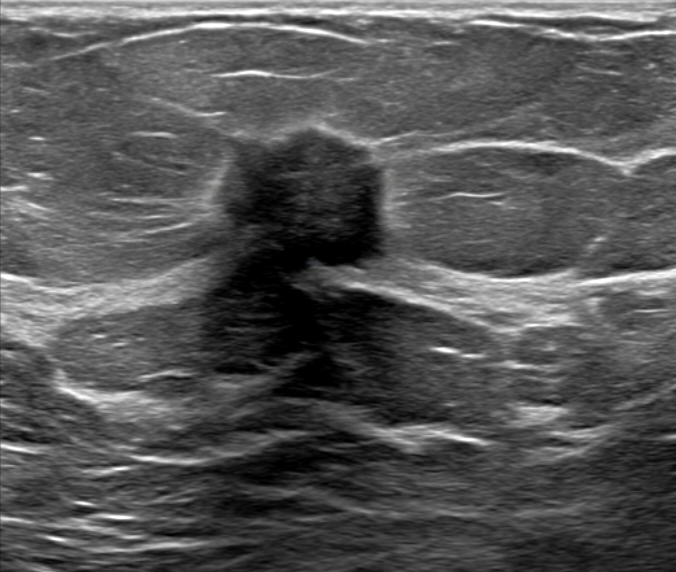
Modality: B-mode breast ultrasound.
The breast lesion is irregular in shape. Margins are not circumscribed, with angular and indistinct features. Echogenicity: hypoechoic. Posterior features: shadowing. Echogenic halo: present. Calcifications: in a mass. Skin thickening: none. Biopsy confirmed invasive carcinoma of no special type (NST) and mucinous carcinoma. Radiologic interpretation: Suspicion of malignancy. The breast lesion is assessed as BI-RADS 5.